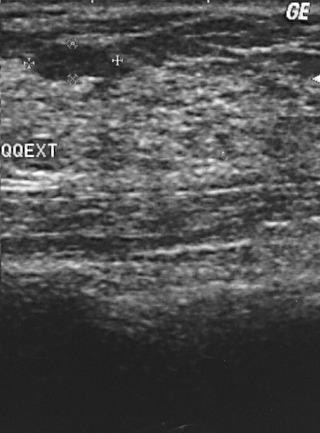
Modality: breast ultrasound.
BI-RADS assessment: 2.
The mass is benign on biopsy or follow-up.
Biopsy showed fibroadenoma.